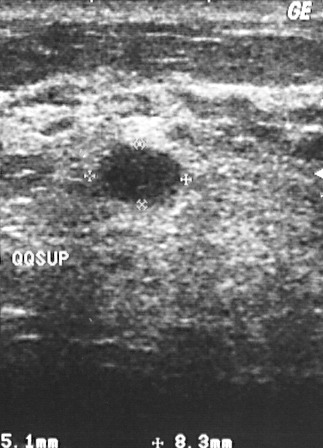
Modality: breast ultrasound scan.
BI-RADS assessment: 2. The biopsy result was fibroadenoma; the mass is benign. Outcome on biopsy or follow-up: benign.